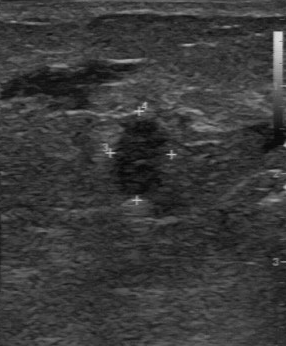
Breast ultrasound scan. Scanner: GE Logiq 7 @10-14MHz.
The lesion demonstrates slightly hypoechoic internal echoes, fairly clear boundary, BI-RADS (second read): 4A, BI-RADS (first reader): 4, confirmed outcome (biopsy or follow-up): malignant.